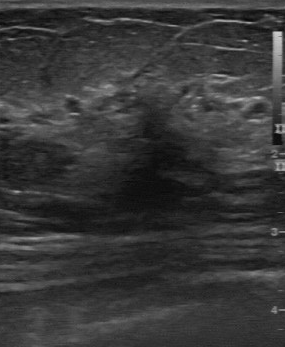
Modality: B-mode breast ultrasound.
FINDINGS: Contour: irregular. Outcome on biopsy or follow-up: benign. Lesion boundary: unclear. Calcifications: multiple calcifications. Echo pattern: slightly hypoechoic.
OUTCOME ON BIOPSY OR FOLLOW-UP: benign.